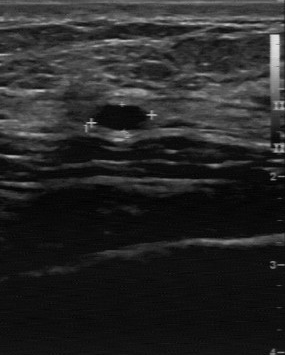
B-mode breast ultrasound.
The original reader assigned BI-RADS 2. A second reader, independent of the original assessment, describes a hypoechoic breast lesion with a regular margin; the boundary is clear. Calcifications: none. The biopsy result was cyst; the breast lesion is benign.